Acquired on GE Logiq 5 @10-12MHz. Breast US.
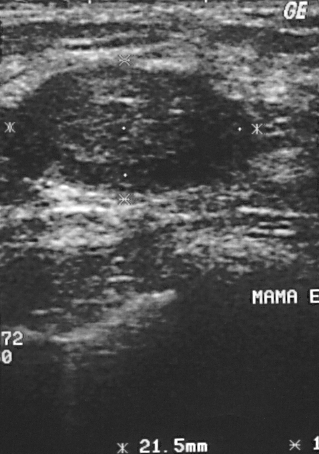
Mass: benign on biopsy or follow-up.